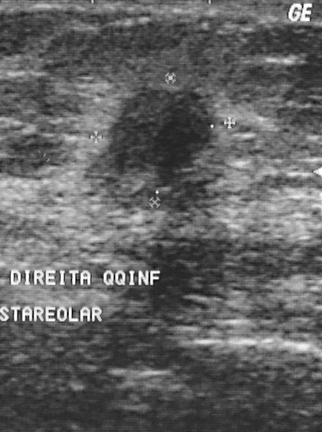
Acquired on GE Logiq 5 @10-12MHz. Modality: breast sonogram.
A finding is seen. Assessment: BI-RADS 4. The biopsy result was invasive ductal carcinoma; the finding is malignant.